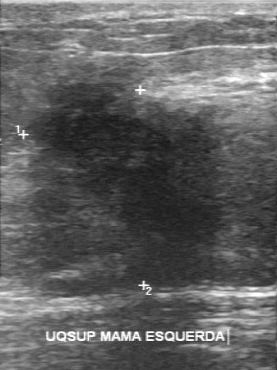
Modality: breast ultrasound image.
Margin is irregular. Internal echoes are slightly hypoechoic. The boundary is unclear. There are no calcifications.